Modality: breast ultrasound scan.
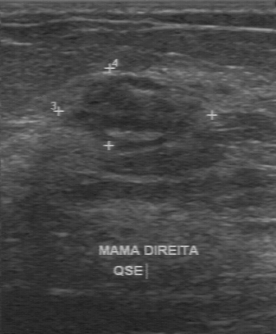
Breast ultrasound scan findings:
- lesion boundary: fairly clear
- BI-RADS (first reader): 4
- BI-RADS (second read): 3
- lesion margin: partially regular